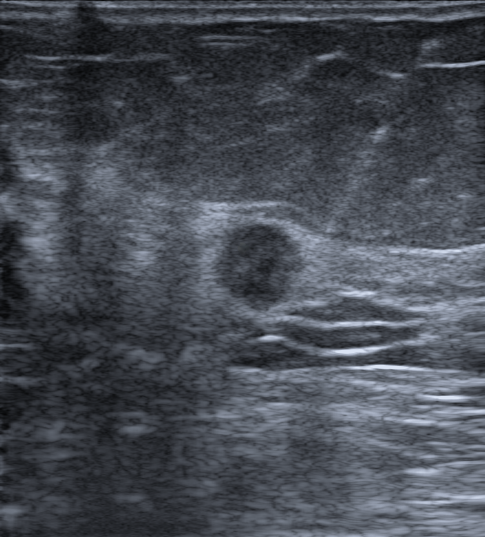
68-year-old patient. Modality: breast ultrasound.
There is no skin thickening. Posterior features: none. The lesion is hypoechoic. No echogenic halo is seen. Margins are not circumscribed, with microlobulated and indistinct features. No calcifications are seen. The lesion is round in shape. The lesion is malignant on biopsy or follow-up. Histopathology: Invasive carcinoma of no special type (NST). The lesion is assessed as BI-RADS 4C.